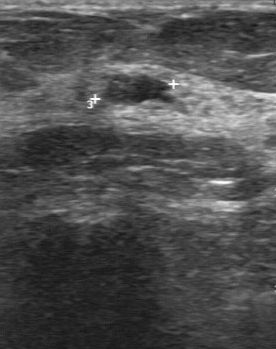
Modality: B-mode breast ultrasound.
The finding was categorized BI-RADS 3 in the original read.
Descriptors from an independent second read (not the reader who assigned the category):
The margin is regular.
The lesion boundary is fairly clear.
Echo pattern: slightly hypoechoic.
Calcifications: none.
The biopsy result was fibrocystic changes; the finding is benign.